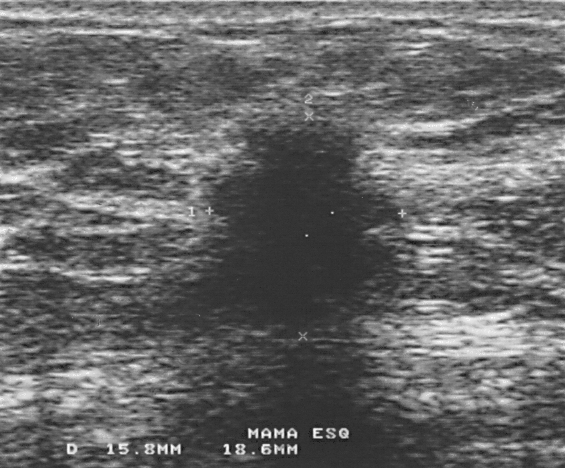
Breast ultrasound scan. Scanner: GE Logiq 5 @10-12MHz.
BI-RADS: 4.
OUTCOME ON BIOPSY OR FOLLOW-UP: malignant.